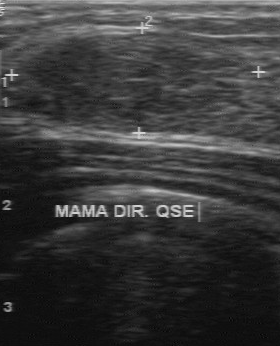
Imaging: breast sonogram.
Coordinates are pixels in the 280x346 image. Breast lesion bounding box: x1=25, y1=38, x2=223, y2=123. The breast lesion is benign on biopsy or follow-up.